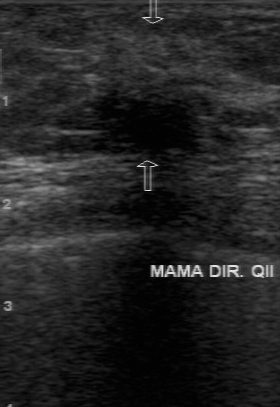
Imaging: B-mode breast ultrasound. Scanner: GE Logiq 7 @10-14MHz.
BI-RADS 4 in the original read.
Descriptors from an independent second read (not the reader who assigned the category):
Margin: irregular.
The lesion boundary is unclear.
There are no calcifications.
The mass is slightly hypoechoic.
Histopathology: invasive ductal carcinoma (malignant).